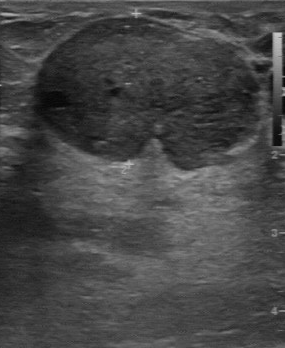
Modality: breast ultrasound.
This breast ultrasound shows a breast lesion with partially regular lesion margin, outcome on biopsy or follow-up: benign, mixed cystic and solid internal echoes, fairly clear lesion boundary, calcifications: absent.